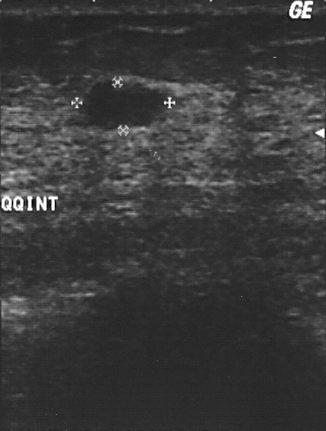
Imaging: breast sonogram. Scanner: GE Logiq 5 @10-12MHz.
Coordinates are pixels in the 326x431 image. The lesion is located within the bounding box [87, 83, 166, 126].